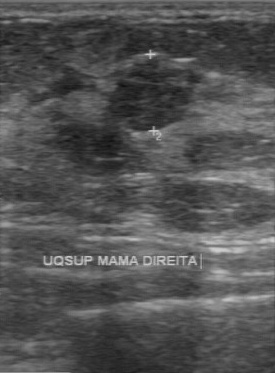
Imaging: breast US.
Boundary is clear. Outcome on biopsy or follow-up: benign. Echo pattern is hypoechoic. Original BI-RADS: 3. Contour: regular. Calcifications are absent. Biopsy result: fibroadenoma. Second-reader BI-RADS: 3.